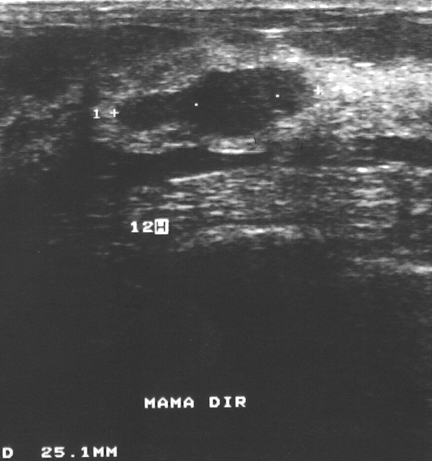
Imaging: breast ultrasound scan.
(coordinates in a 432x461 pixel frame) Segment the finding: bounding box (116, 67) to (308, 139).